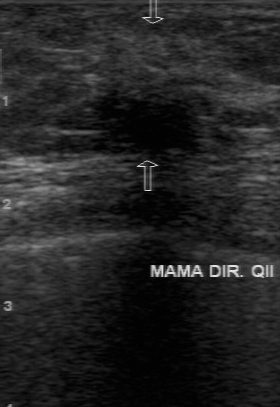
Modality: breast sonogram.
Breast sonogram findings:
- margin: irregular
- calcifications: none
- boundary: unclear
- echogenicity: slightly hypoechoic